Modality: B-mode breast ultrasound. Scanner: GE Logiq 7 @10-14MHz.
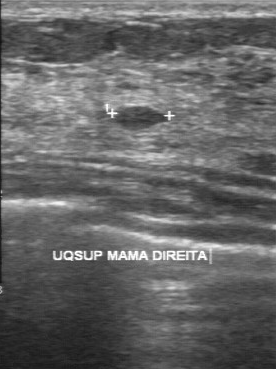
Outcome on biopsy or follow-up: malignant.